Imaging: breast ultrasound image.
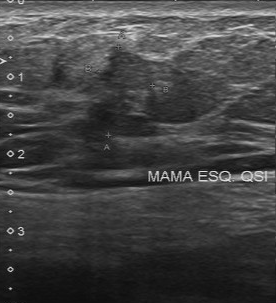
The mass demonstrates biopsy or follow-up result: malignant, biopsy result: invasive ductal carcinoma, BI-RADS assessment: 5.